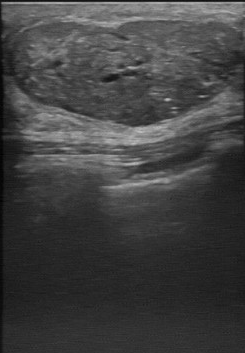
Modality: breast ultrasound.
BI-RADS 4 in the original read. On a second, independent read, a mass with a regular margin and a clear boundary is seen; it is heterogeneous. Calcification is suspected. Pathology confirmed benign phyllodes tumor.